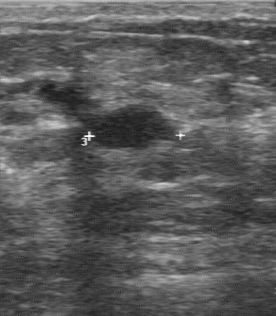
B-mode breast ultrasound.
(coordinates in a 276x316 pixel frame) Lesion region of interest: 91 103 180 151. The breast lesion is benign on biopsy or follow-up.